Breast sonogram. Scanner: GE Logiq 5 @10-12MHz.
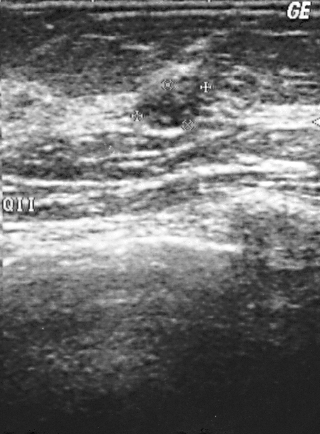
Outcome on biopsy or follow-up: benign. BI-RADS 2.